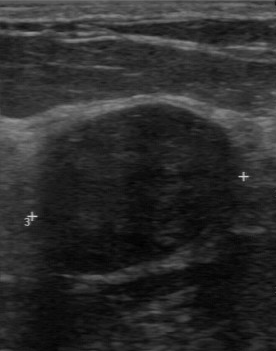
Imaging: B-mode breast ultrasound. Scanner: GE Logiq 7 @10-14MHz.
(coordinates in a 276x351 pixel frame) The breast lesion is located within the bounding box [32, 103, 247, 276]. The breast lesion is benign on biopsy or follow-up. BI-RADS 3.